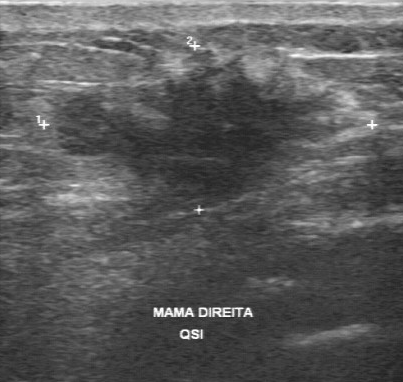
Breast sonogram.
Coordinates are pixels in the 403x382 image. Lesion region of interest: 52 51 331 208.